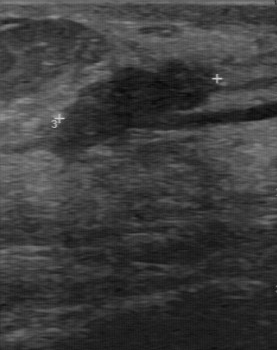
Modality: breast ultrasound. Acquired on GE Logiq 7 @10-14MHz.
FINDINGS: Breast ultrasound. Lesion boundary: clear. Internal echoes: hypoechoic. Calcifications: none. Biopsy result: fibroadenoma. Margin: regular.